Modality: B-mode breast ultrasound. Scanner: GE Logiq 5 @10-12MHz.
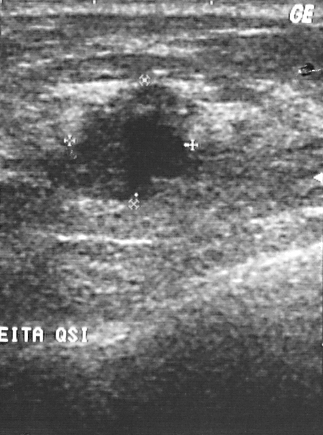
Coordinates are pixels in the 323x435 image. The finding occupies approximately (46, 85) to (198, 200).